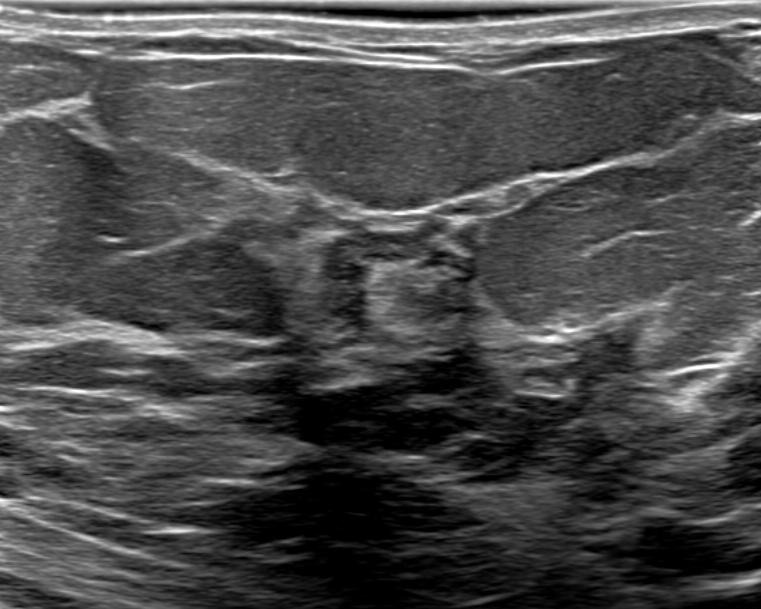
Imaging: breast ultrasound.
Lesion region of interest: (320,220)-(483,354). The breast lesion is benign on biopsy or follow-up.